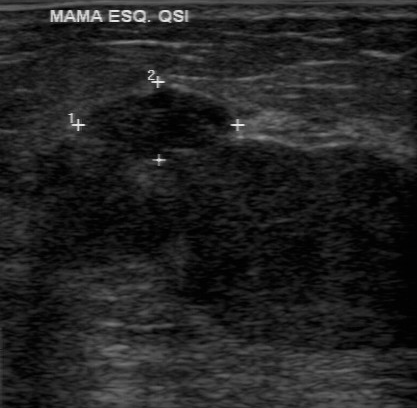
Breast ultrasound.
BI-RADS 4 in the original read. A second, independent read describes the lesion as follows. The margin is regular. The lesion boundary is clear. Echo pattern: hypoechoic. No calcifications are seen. Biopsy showed phyllodes tumor, a malignant finding.